B-mode breast ultrasound. Scanner: GE Logiq 5 @10-12MHz.
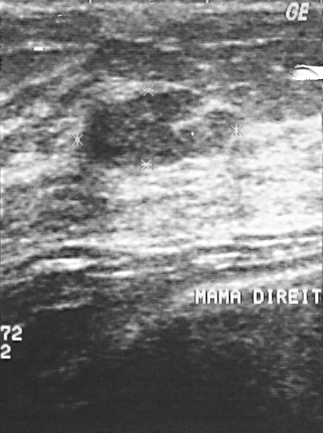
Histopathology: fibroadenoma (benign).
BI-RADS assessment: 2.